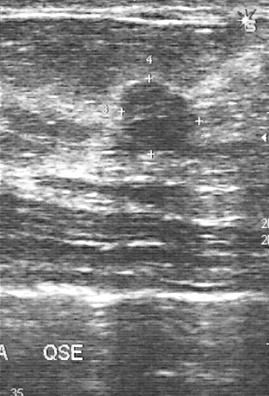
Acquired on GE Logiq 5 @10-12MHz. Modality: breast ultrasound.
The biopsy result was fibroadenoma.
Outcome on biopsy or follow-up: benign.
BI-RADS assessment: 3.